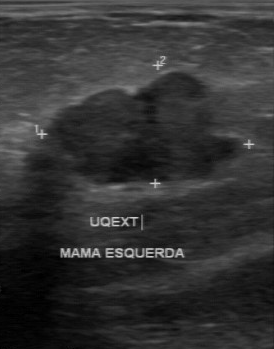
Imaging: breast US.
The original reader assigned BI-RADS 4. A second reader, independent of the original assessment, describes a hypoechoic lesion with a partially regular margin; the boundary is somewhat unclear. There are no calcifications. Histopathology: intraductal papilloma (benign).